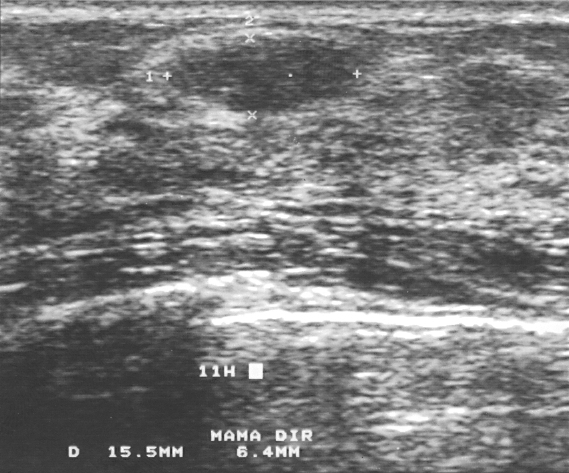
Imaging: breast US. Scanner: GE Logiq 5 @10-12MHz.
Outcome on biopsy or follow-up: benign.